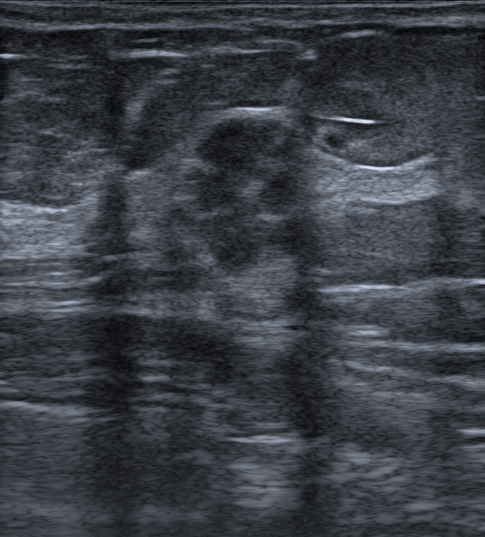
Imaging: breast ultrasound. Patient age: 52. Background echotexture is heterogeneous: predominantly fat.
Pixel coordinates (x1, y1, x2, y2): The lesion occupies approximately x1=188, y1=114, x2=329, y2=283. BI-RADS 4C.